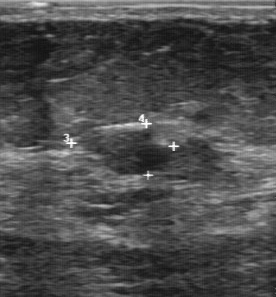
Modality: breast sonogram.
BI-RADS 4 in the original read. A second reader, independent of the original assessment, describes a slightly hypoechoic lesion with a partially regular margin; the boundary is somewhat unclear. Biopsy showed fibroadenoma, a benign finding.